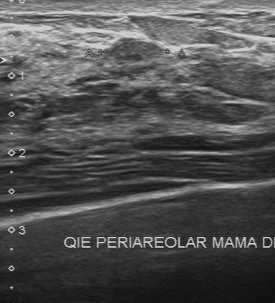
Imaging: breast ultrasound image.
FINDINGS: Breast ultrasound image. Calcifications: absent. Independent BI-RADS assessment: 3. Lesion boundary: clear. Contour: regular. Echo pattern: slightly hypoechoic.
OUTCOME ON BIOPSY OR FOLLOW-UP: benign.